Breast US.
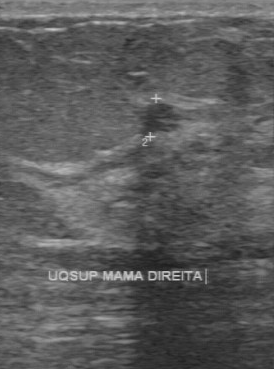
(coordinates in a 274x369 pixel frame) Segment the finding: bounding box (138, 102) to (183, 134). The finding is malignant on biopsy or follow-up.